Imaging: breast ultrasound scan.
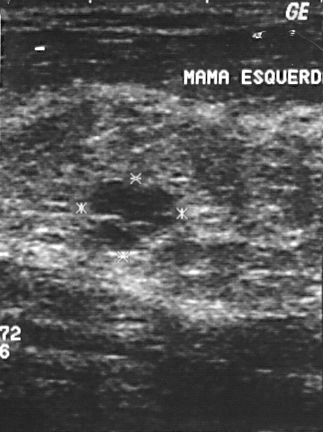
A lesion is seen with BI-RADS: 3, pathology: cyst.